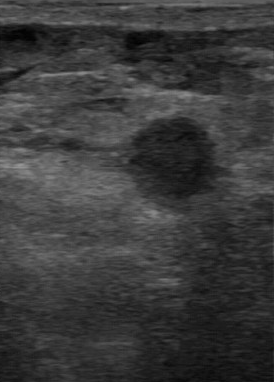
Scanner: GE Logiq 7 @10-14MHz. Breast ultrasound.
Coordinates are pixels in the 274x382 image. Lesion bounding box: 124 116 226 212.